Breast ultrasound.
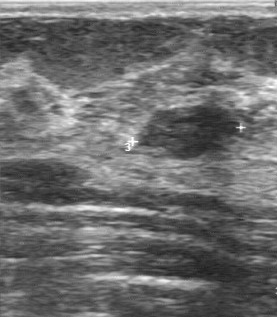
Biopsy or follow-up result: benign.